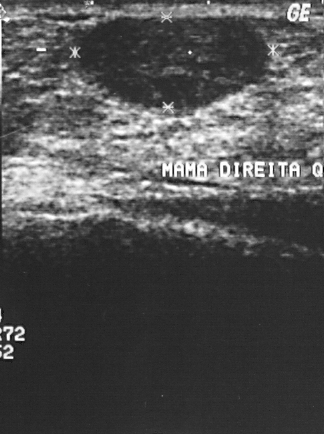
Modality: breast ultrasound.
BI-RADS assessment: 2. Outcome on biopsy or follow-up: benign. The biopsy result was fibroadenoma; the lesion is benign.